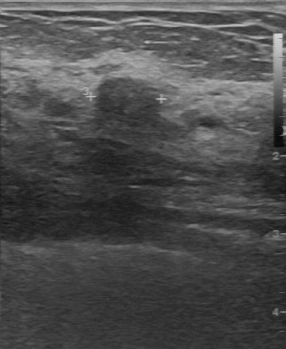
Acquired on GE Logiq 7 @10-14MHz. Modality: breast sonogram.
BI-RADS 3 in the original read. On a second, independent read, a finding with a partially regular margin and a fairly clear boundary is seen; it is slightly hypoechoic. Pathology confirmed benign cyst.